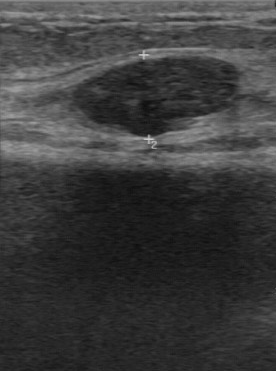
Modality: breast sonogram.
FINDINGS: Breast sonogram. BI-RADS on independent re-read: 3.